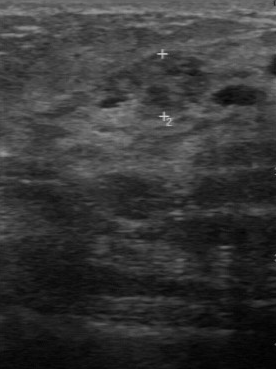
Imaging: breast US.
Margin: partially regular. Calcifications are absent. Echogenicity is heterogeneous. The lesion boundary is fairly clear. Confirmed outcome (biopsy or follow-up) is malignant.